Modality: breast ultrasound image.
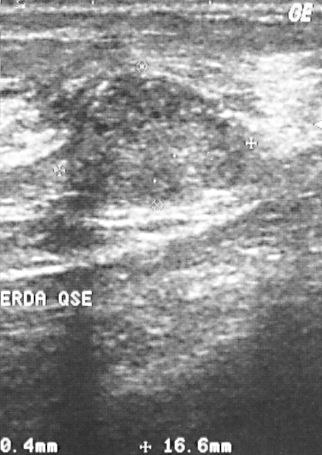
FINDINGS: Breast ultrasound image. BI-RADS assessment: 2. Biopsy or follow-up result: benign.
OUTCOME ON BIOPSY OR FOLLOW-UP: benign.